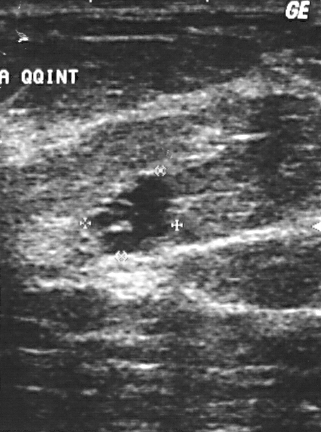
Acquired on GE Logiq 5 @10-12MHz. Imaging: B-mode breast ultrasound.
This B-mode breast ultrasound shows a breast lesion. Assessment: BI-RADS 3. Biopsy showed cyst, a benign finding.